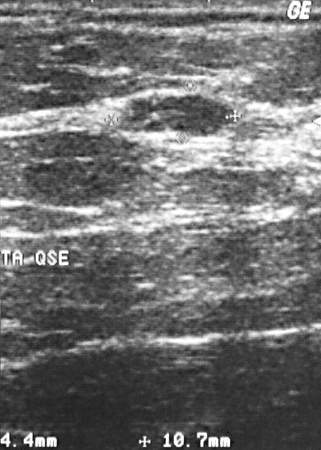
Modality: breast ultrasound image. Acquired on GE Logiq 5 @10-12MHz.
BI-RADS is 2. The confirmed outcome (biopsy or follow-up) is benign. The histopathology is cyst.